Patient age: 56. Modality: breast ultrasound.
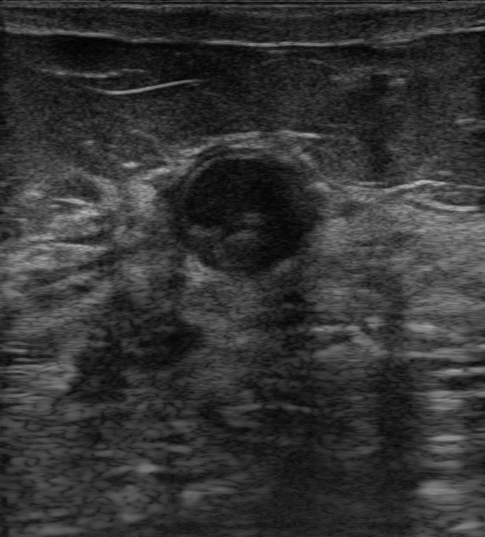
Findings: a round lesion of heterogeneous echotexture with circumscribed margins. There are no posterior features. There is no echogenic halo. No calcifications are seen. The lesion is categorized as BI-RADS 4A; on biopsy or follow-up it was benign. Differential on reading: Complex cyst / Non-simple cyst; Cyst filled with thick fluid; Intraductal papilloma. Histopathology: Fibrosclerosis.